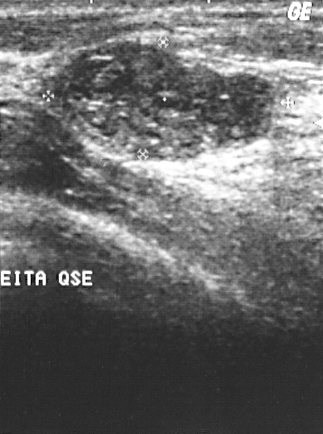
Modality: breast sonogram.
The lesion is benign on biopsy or follow-up.